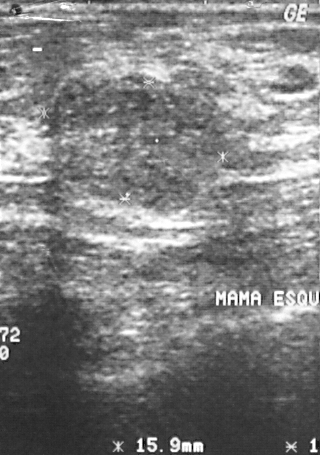
B-mode breast ultrasound.
Segment the breast lesion: bounding box x1=58, y1=86, x2=227, y2=213.